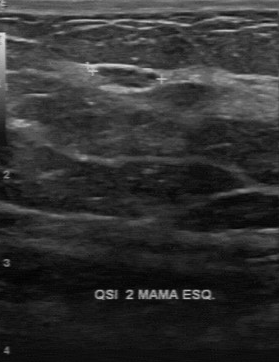
Breast US.
Breast lesion bounding box: (95,66)-(158,88). The breast lesion is benign on biopsy or follow-up. BI-RADS 4.